Modality: B-mode breast ultrasound.
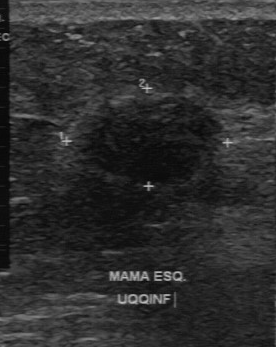
Biopsy or follow-up result: malignant.